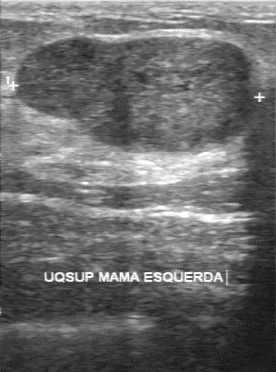
Scanner: GE Logiq 7 @10-14MHz. Breast ultrasound.
Lesion characteristics:
- boundary: fairly clear
- margin: partially regular
- internal echoes: hypoechoic
- calcifications: absent
- pathology: fibroadenoma